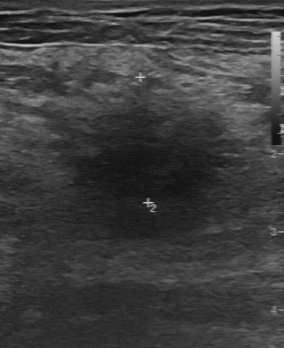
Breast ultrasound scan.
BI-RADS (second read): 4B. Outcome on biopsy or follow-up: benign. BI-RADS (first reader): 4. Calcifications: absent.